Modality: breast ultrasound.
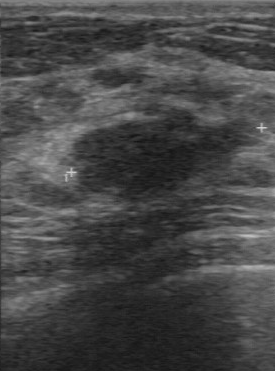
Coordinates are pixels in the 275x371 image. Finding bounding box: (73,110)-(249,200). The finding is benign on biopsy or follow-up.